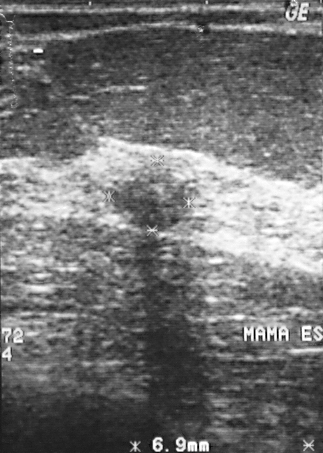
Modality: breast ultrasound scan.
Breast ultrasound scan findings:
- biopsy or follow-up result: malignant
- BI-RADS category: 3
- biopsy result: invasive ductal carcinoma